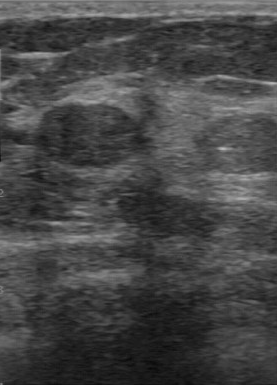
Scanner: GE Logiq 7 @10-14MHz. Imaging: breast ultrasound scan.
Pixel coordinates (x1, y1, x2, y2): Lesion region of interest: x1=32, y1=103, x2=150, y2=169. The breast lesion is benign on biopsy or follow-up. BI-RADS 2.